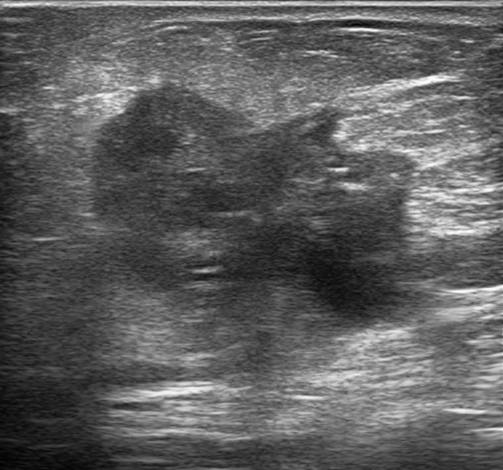
Imaging: breast sonogram.
This breast sonogram shows a lesion with confirmed outcome (biopsy or follow-up): malignant, irregular shape, skin thickening: none, verification: confirmed by biopsy, radiologist impression: Suspicion of malignancy; Fibroadenoma; Intraductal papilloma, not circumscribed - angular and indistinct lesion margin, calcifications: none, BI-RADS category: 4B, echogenic halo: present, posterior acoustic features: enhancement.